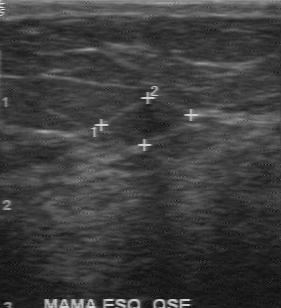
Imaging: breast ultrasound image.
The original reader assigned BI-RADS 2. A second, independent read describes the mass as follows. The margin is regular. The lesion boundary is clear. Echo pattern: hypoechoic. No calcifications are seen. Biopsy showed fibroadenoma, a benign finding.